Breast ultrasound scan.
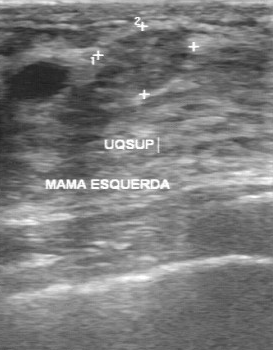
BI-RADS 3 in the original read.
Descriptors from an independent second read (not the reader who assigned the category):
Margin: regular.
Its boundary is fairly clear.
Internally the mass is slightly hypoechoic.
No calcifications are seen.
The biopsy result was sclerosing adenosis; the mass is benign.